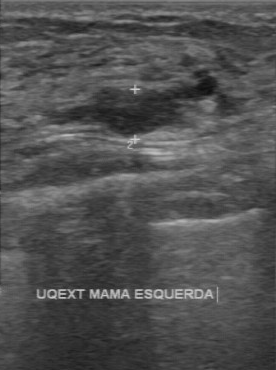
Breast ultrasound scan.
This breast ultrasound scan shows a finding with calcifications: absent, independent BI-RADS assessment: 3, BI-RADS (first reader): 4, regular margin.